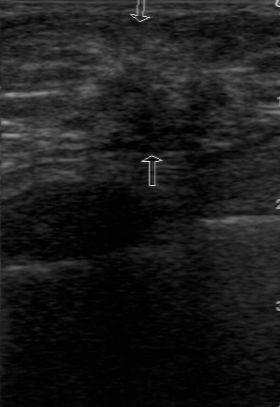
Modality: B-mode breast ultrasound.
The mass was categorized BI-RADS 4 in the original read.
The following findings are from a second reader, independent of the original assessment.
No calcifications are seen.
Echo pattern: slightly hypoechoic.
The mass has an irregular margin.
Boundary: unclear.
Histopathology: invasive ductal carcinoma (malignant).